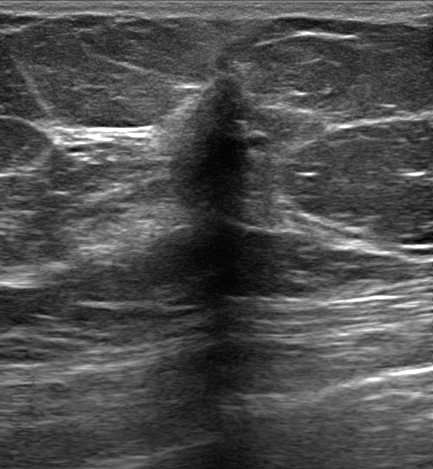
Breast ultrasound.
Biopsy result: Invasive lobular carcinoma. Assigned BI-RADS 5. The lesion is malignant on biopsy or follow-up. It has an irregular shape. The margin is not circumscribed (indistinct). The lesion is hypoechoic. Posterior shadowing is present. Echogenic halo: present. Calcifications: none. There is no skin thickening.